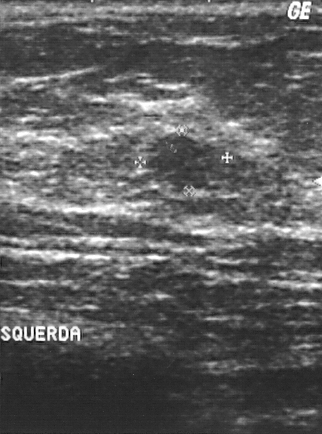
Breast US.
Biopsy or follow-up result: benign. (BI-RADS category 3.)